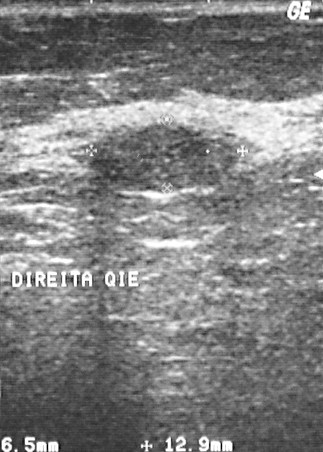
Imaging: breast ultrasound image.
BI-RADS is 2. The confirmed outcome (biopsy or follow-up) is benign.